Breast sonogram.
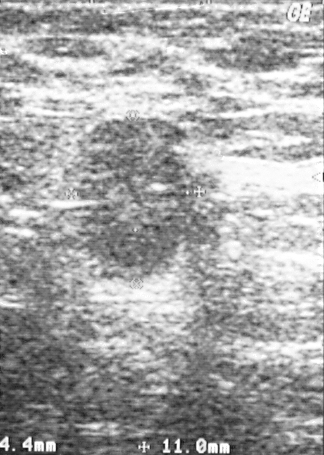
Biopsy or follow-up result: malignant. BI-RADS 5.